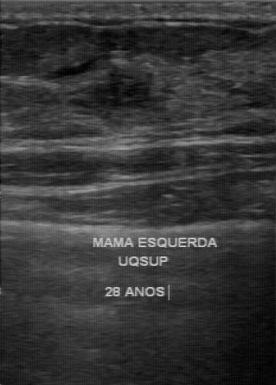
Modality: breast sonogram.
Lesion characteristics:
- internal echoes: heterogeneous
- calcifications: absent
- biopsy or follow-up result: benign
- lesion boundary: somewhat unclear
- margin: partially regular